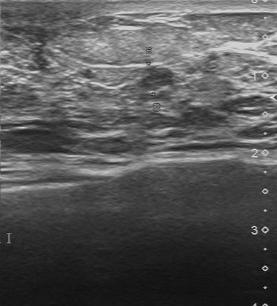
Acquired on Toshiba Aplio 300 @12-14 MHz. Breast ultrasound.
Lesion region of interest: x1=137, y1=66, x2=174, y2=90.